Modality: breast ultrasound scan. Acquired on GE Logiq 5 @10-12MHz.
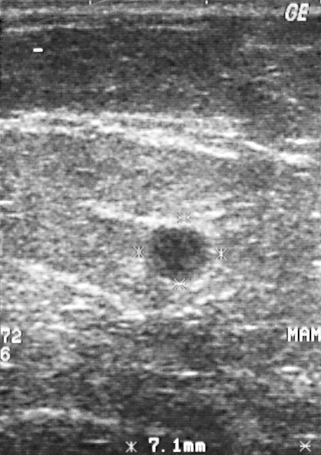
- biopsy result: cyst
- BI-RADS category: 2
- confirmed outcome (biopsy or follow-up): benign